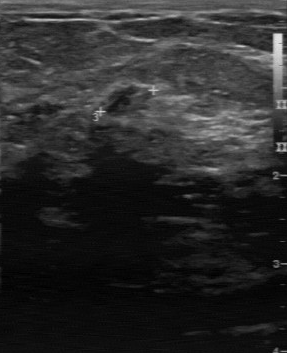
Breast sonogram. Acquired on GE Logiq 7 @10-14MHz.
BI-RADS (second read): 3.